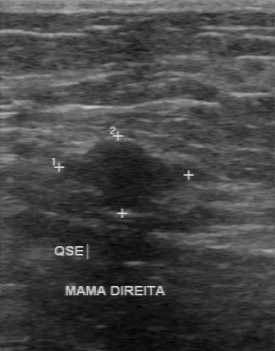
Acquired on GE Logiq 7 @10-14MHz. Imaging: B-mode breast ultrasound.
BI-RADS 4 in the original read. The following findings are from a second reader, independent of the original assessment. The breast lesion has a partially regular margin. The lesion boundary is fairly clear. Internally the breast lesion is hypoechoic. Calcifications: none. Biopsy showed fibroadenoma, a benign finding.